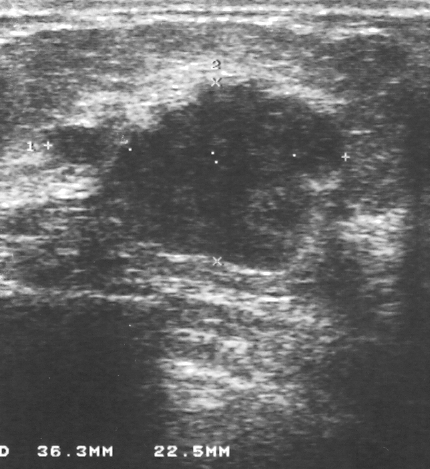
Breast sonogram.
The mass is assessed as BI-RADS 5. The mass is malignant on biopsy or follow-up. Biopsy showed invasive ductal carcinoma, a malignant finding.